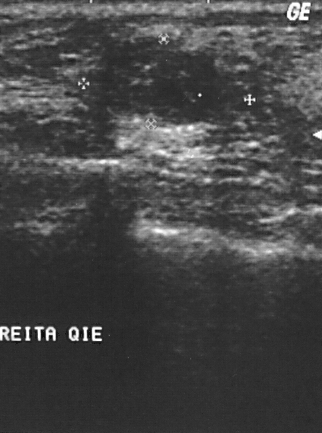
Scanner: GE Logiq 5 @10-12MHz. Modality: breast ultrasound image.
Mass: benign on biopsy or follow-up. (BI-RADS category 2.)